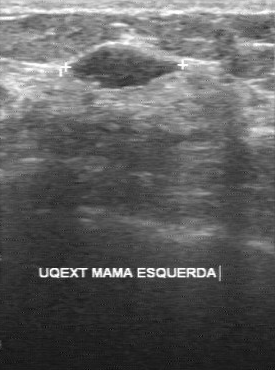
Imaging: breast ultrasound scan. Acquired on GE Logiq 7 @10-14MHz.
Original-read BI-RADS category: 3. On a second, independent read, a finding with a regular margin and a clear boundary is seen; it is hypoechoic. Histopathology: fibroadenoma (benign).